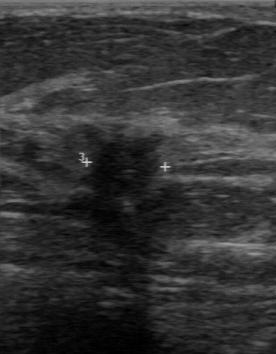
Acquired on GE Logiq 7 @10-14MHz. Breast ultrasound.
The finding occupies approximately (79,132)-(165,199). The finding is malignant on biopsy or follow-up.